Modality: breast US.
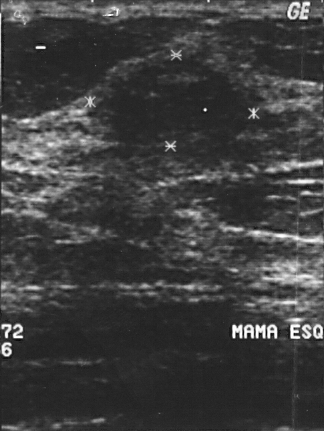
The breast lesion is assessed as BI-RADS 4.
Biopsy showed fibroadenoma.
Biopsy or follow-up result: benign.